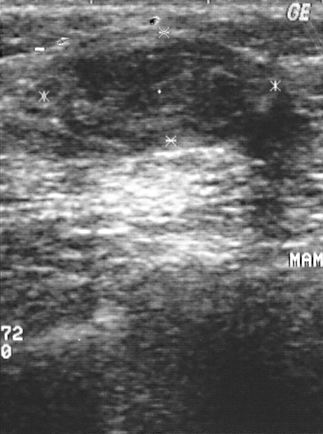
Modality: breast US.
Lesion: benign on biopsy or follow-up.